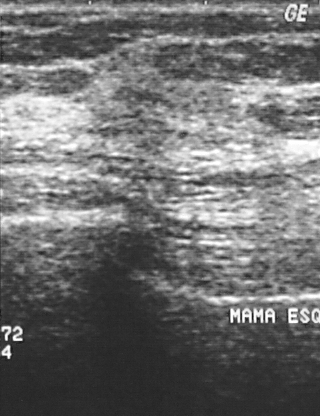
Breast ultrasound scan.
Biopsy or follow-up result: malignant. (BI-RADS category 4.)